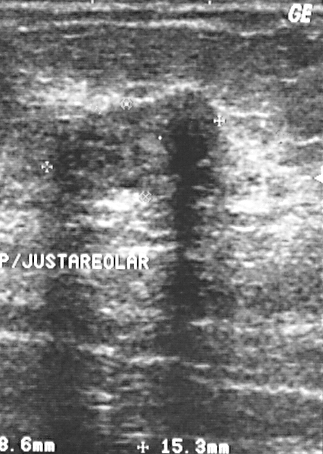
Imaging: breast ultrasound. Acquired on GE Logiq 5 @10-12MHz.
FINDINGS: Breast ultrasound. Outcome on biopsy or follow-up: benign. BI-RADS category: 3.
OUTCOME ON BIOPSY OR FOLLOW-UP: benign.